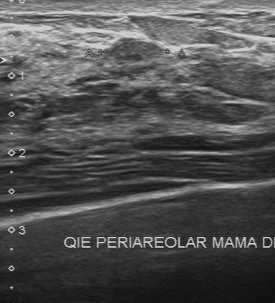
Modality: breast ultrasound scan.
There are no calcifications. Biopsy or follow-up result is benign. Lesion boundary is clear. Lesion margin: regular. The internal echoes are slightly hypoechoic.